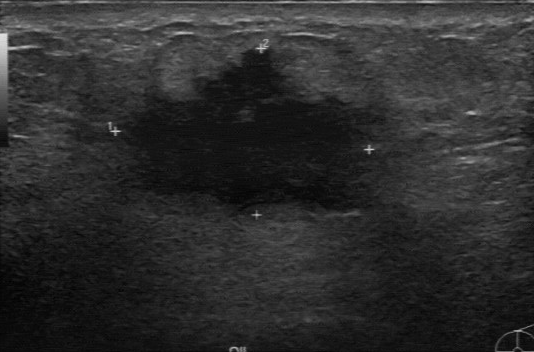
Imaging: breast ultrasound image.
Histopathology: invasive ductal carcinoma. BI-RADS is 4.